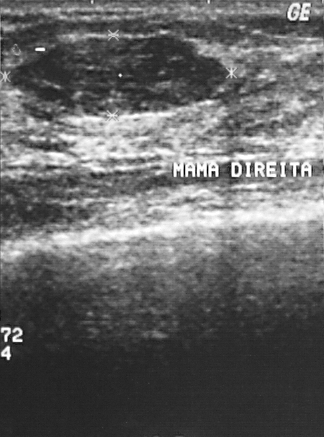
Imaging: breast sonogram.
A finding is seen. It was assessed as BI-RADS 2. Pathology confirmed benign fibroadenoma.